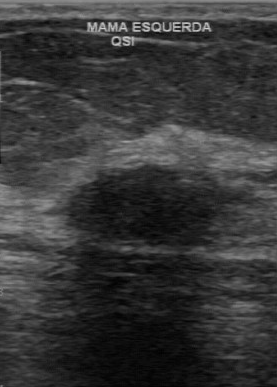
Acquired on GE Logiq 7 @10-14MHz. Imaging: breast ultrasound image.
FINDINGS: Breast ultrasound image. BI-RADS (second read): 3. Internal echoes: hypoechoic. Lesion margin: regular. Boundary: clear.
OUTCOME ON BIOPSY OR FOLLOW-UP: benign.